Imaging: breast ultrasound scan.
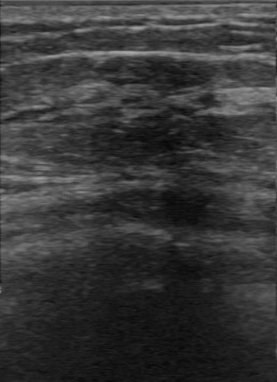
The original reader assigned BI-RADS 3. On a second read by an independent reader: Echo pattern: slightly hypoechoic. The finding has a regular margin. Boundary: fairly clear. Calcifications: none. Biopsy showed fibroadenoma, a benign finding.